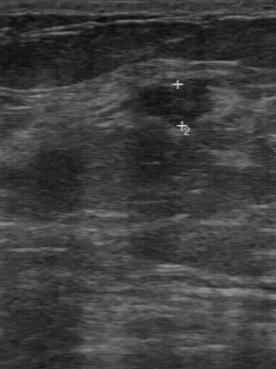
Breast ultrasound image. Acquired on GE Logiq 7 @10-14MHz.
(coordinates in a 276x369 pixel frame) Lesion region of interest: [135, 79, 215, 124]. The breast lesion is benign on biopsy or follow-up.